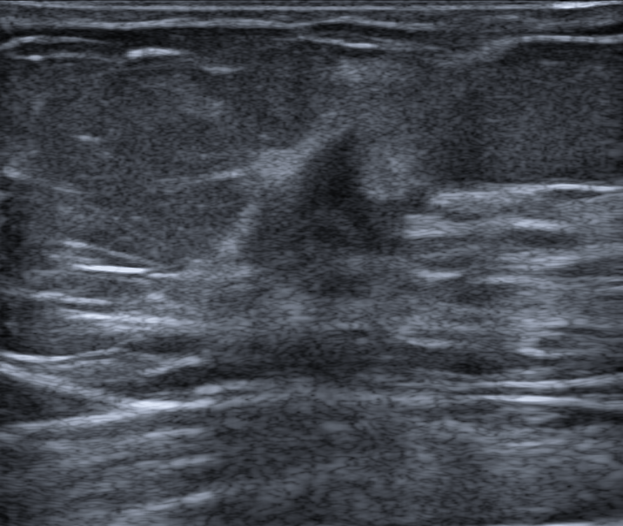
Patient age: 66. Imaging: breast ultrasound. Background echotexture is heterogeneous: predominantly fat.
The margin is not circumscribed (spiculated, angular, microlobulated and indistinct). There are no calcifications. Skin thickening: none. There are no posterior acoustic features. Echogenic halo: absent. Shape: irregular. Its echo pattern is hypoechoic. BI-RADS assessment: 4C. Histopathology: Invasive carcinoma of no special type (NST). This finding proved malignant on biopsy or follow-up. Differential on reading: Suspicion of malignancy.